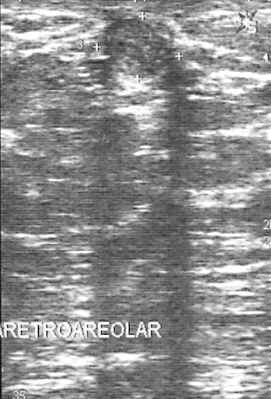
Breast ultrasound. Acquired on GE Logiq 5 @10-12MHz.
This breast ultrasound shows a lesion. Assessment: BI-RADS 2. Histopathology: fibrocystic changes (benign).